Modality: breast ultrasound.
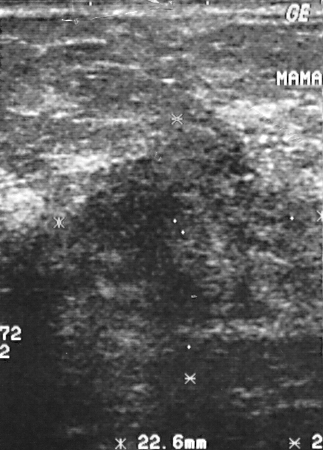
Lesion: malignant on biopsy or follow-up.